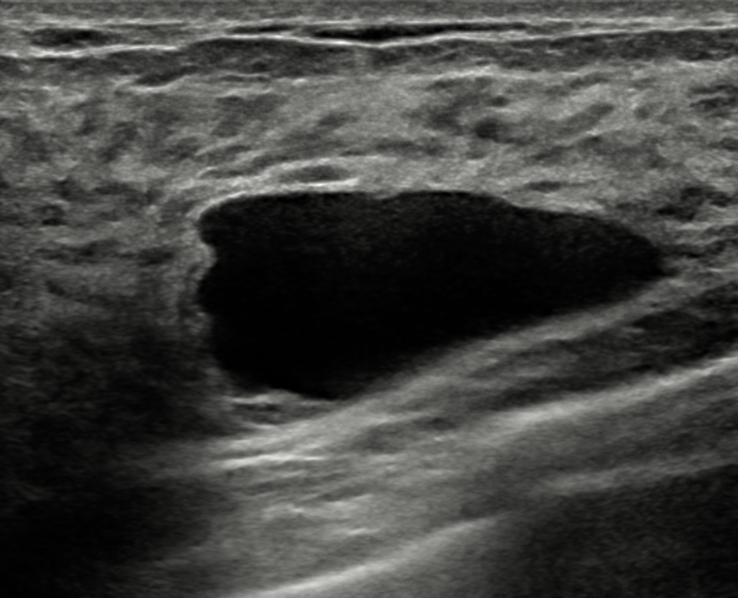
Modality: B-mode breast ultrasound. Patient age: 49.
The mass is benign on biopsy or follow-up.